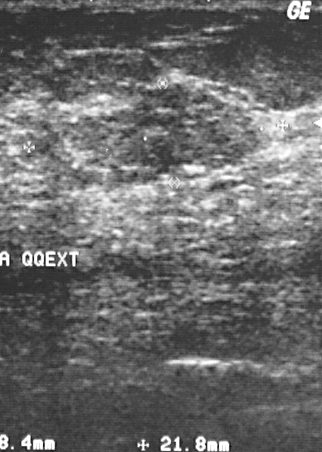
Breast ultrasound scan.
The breast lesion is benign on biopsy or follow-up. (BI-RADS category 3.)